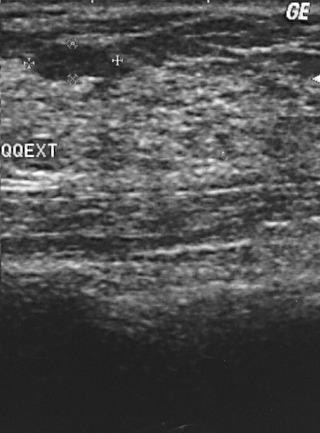
Breast ultrasound scan.
BI-RADS category is 2. Confirmed outcome (biopsy or follow-up) is benign.